Scanner: GE Logiq 5 @10-12MHz. Imaging: breast ultrasound scan.
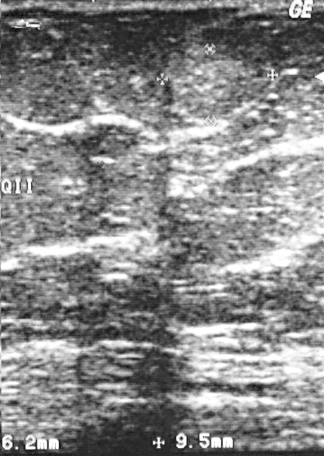
BI-RADS assessment: 2. Histopathology: lipoma. The finding is benign on biopsy or follow-up.